Breast ultrasound image. Scanner: GE Logiq 7 @10-14MHz.
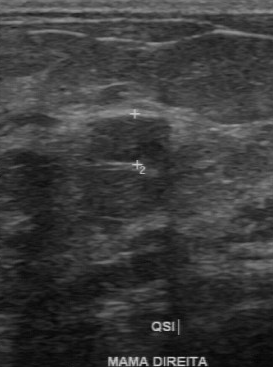
This breast ultrasound image shows a mass, benign on biopsy or follow-up.